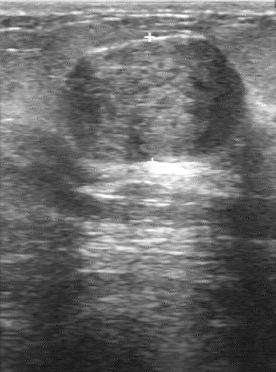
Breast sonogram. Acquired on GE Logiq 7 @10-14MHz.
The independent BI-RADS assessment is 3. Outcome on biopsy or follow-up is benign. The lesion boundary is clear. Calcifications are absent. Lesion margin: regular. Internal echoes are hypoechoic. The BI-RADS (first reader) is 4.